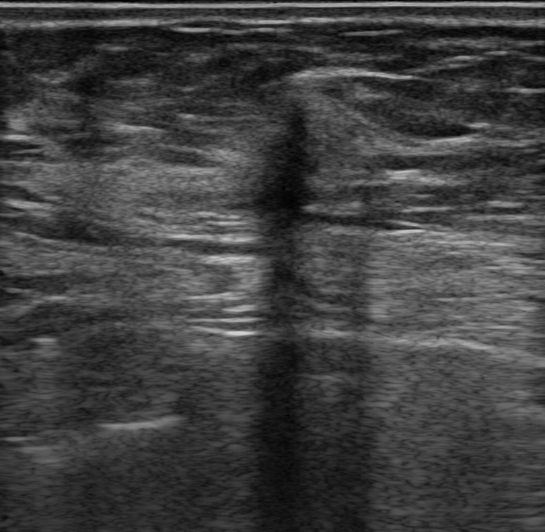
Patient age: 71. Modality: breast ultrasound.
Confirmed outcome (biopsy or follow-up) is malignant. Histopathology is Invasive carcinoma of no special type (NST). Shape: irregular. Calcifications: absent. The lesion margin is not circumscribed - indistinct. The posterior acoustic features are shadowing. Echo pattern: hypoechoic. BI-RADS is 4C. Skin thickening: none.